Scanner: GE Logiq 7 @10-14MHz. Modality: breast sonogram.
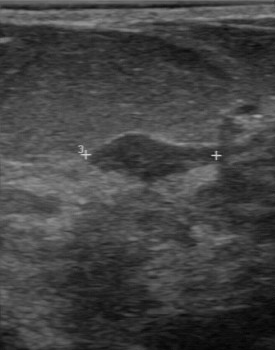
Coordinates are pixels in the 275x350 image. The breast lesion occupies approximately [89, 132, 199, 179].